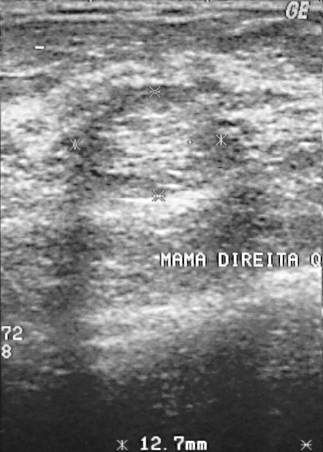
Modality: breast ultrasound image.
(coordinates in a 323x452 pixel frame) Segment the mass: bounding box x1=84, y1=93, x2=220, y2=191.